B-mode breast ultrasound.
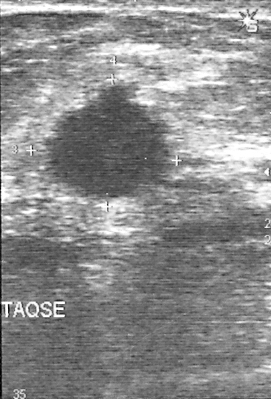
Coordinates are pixels in the 271x399 image. Finding bounding box: (42,83)-(176,203). The finding is malignant on biopsy or follow-up. BI-RADS 4.